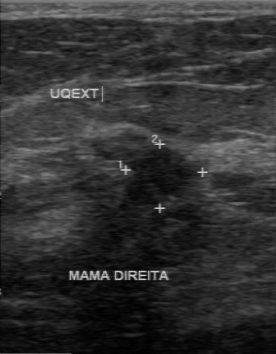
Breast sonogram.
The original reader assigned BI-RADS 4. A second reader, independent of the original assessment, describes a hypoechoic finding with a partially regular margin; the boundary is somewhat unclear. Histopathology: invasive ductal carcinoma (malignant).